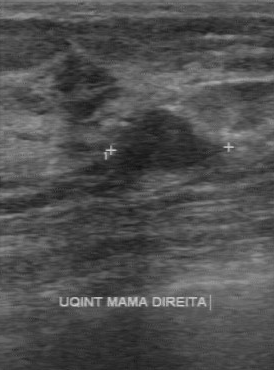
Acquired on GE Logiq 7 @10-14MHz. Imaging: breast ultrasound scan.
Coordinates are pixels in the 274x370 image. Breast lesion bounding box: 112 109 221 173.